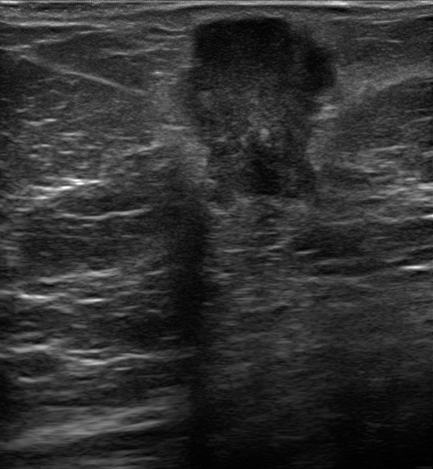
Breast US.
The breast lesion is located within the bounding box top-left (168, 13), bottom-right (344, 216).